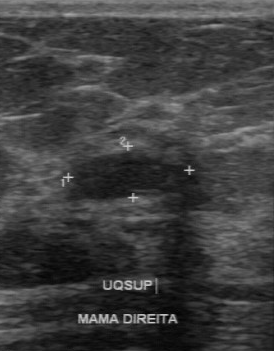
Breast ultrasound scan.
BI-RADS 3 in the original read; on a second read the margin is regular, the boundary clear and the breast lesion hypoechoic. Biopsy showed fibroadenoma, a benign finding.